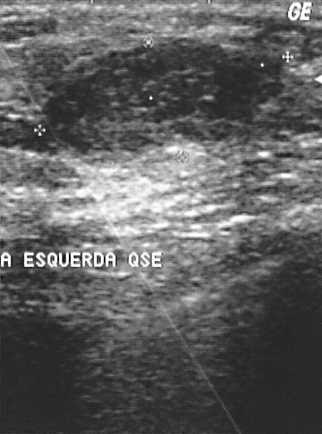
B-mode breast ultrasound.
This B-mode breast ultrasound shows a finding, benign on biopsy or follow-up.